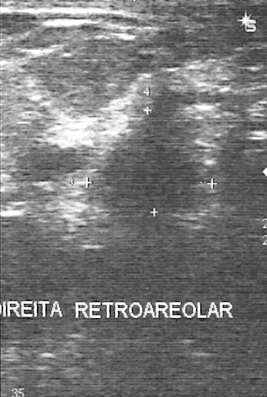
Breast sonogram.
Lesion region of interest: (89,85)-(221,227). The mass is malignant on biopsy or follow-up. BI-RADS 5.